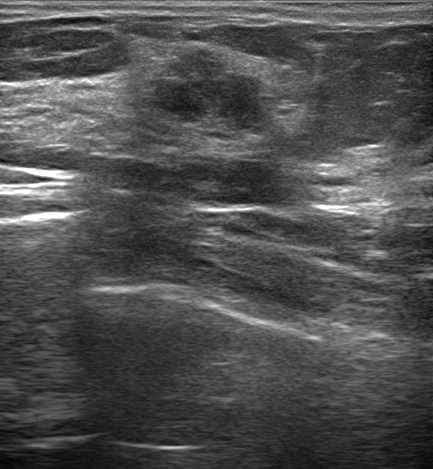
Modality: B-mode breast ultrasound.
The mass is irregular and hypoechoic; its margin is not circumscribed (indistinct). There is posterior enhancement. An echogenic halo is present. Calcifications: none. BI-RADS 4B; benign on biopsy or follow-up. Differential on reading: Suspicion of malignancy; Fibroadenoma; Intraductal papilloma. Histopathology: Fibroadenoma.